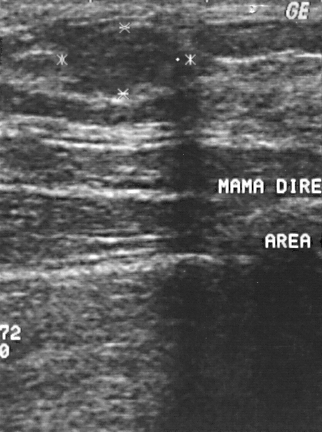
Modality: breast US.
A mass is seen. BI-RADS category 2. The biopsy result was fibroadenoma; the mass is benign.